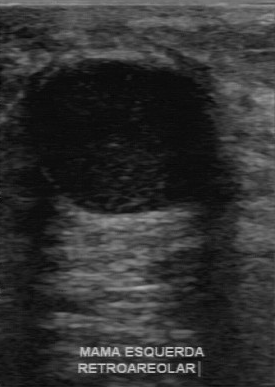
Breast US. Scanner: GE Logiq 7 @10-14MHz.
BI-RADS 3 in the original read. Findings on the second read (an independent reader): a hypoechoic mass, margin regular, boundary clear. Biopsy showed cyst, a benign finding.